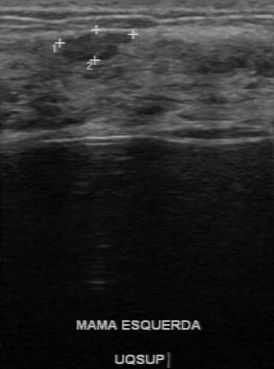
Imaging: breast ultrasound image.
(coordinates in a 274x369 pixel frame) Lesion region of interest: 55 31 134 64.